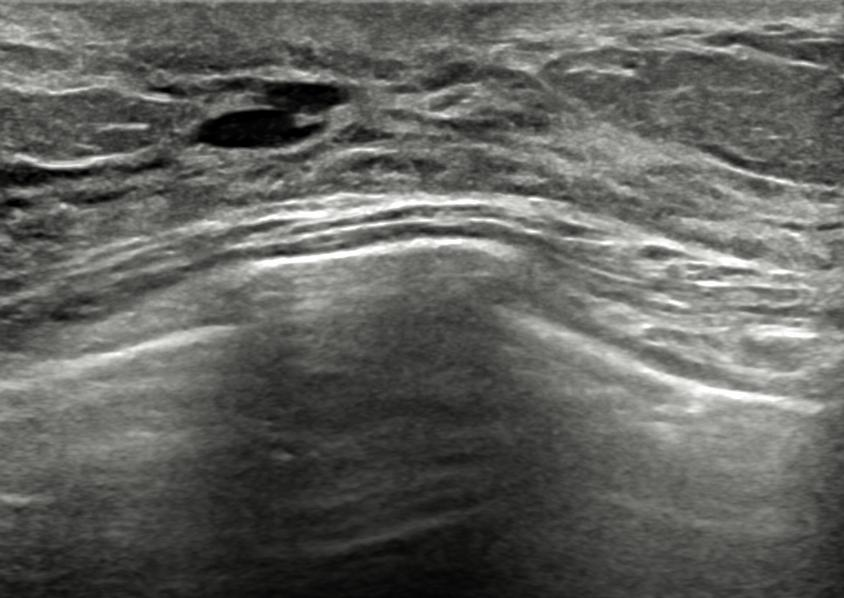
Modality: breast ultrasound scan.
There is an oval finding that is anechoic, with a circumscribed margin. Posterior features: none. There is no echogenic halo. The finding is categorized as BI-RADS 2; on biopsy or follow-up it was benign. Verification: follow-up care.